Imaging: breast ultrasound.
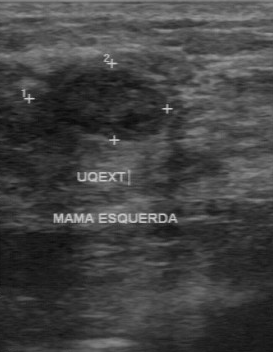
A lesion is seen with regular lesion margin, hypoechoic echo pattern, clear lesion boundary, calcifications: none.